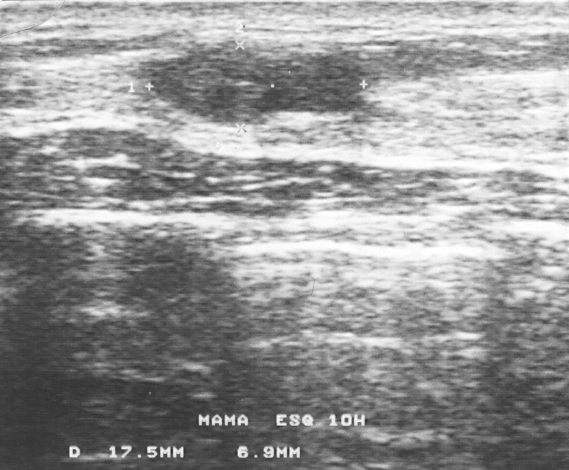
Modality: B-mode breast ultrasound.
Lesion characteristics:
- BI-RADS assessment: 3
- outcome on biopsy or follow-up: benign